Modality: breast US.
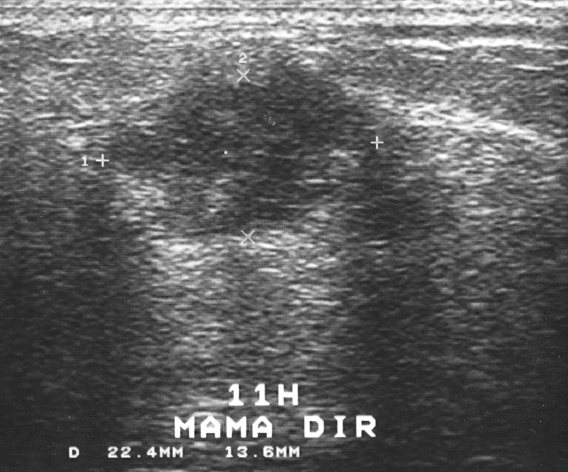
Assigned BI-RADS 5.
Biopsy showed invasive ductal carcinoma, a malignant finding.
Biopsy or follow-up result: malignant.